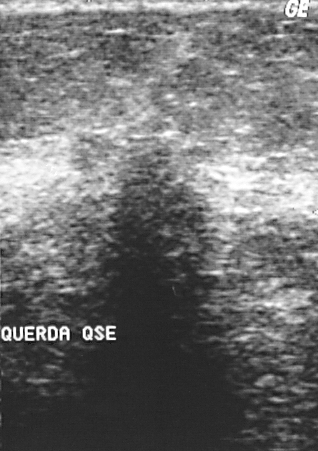
Scanner: GE Logiq 5 @10-12MHz. Modality: breast ultrasound scan.
Histopathology is invasive ductal carcinoma. BI-RADS assessment: 4.